Modality: breast US.
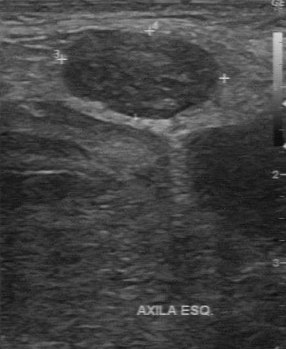
Coordinates are pixels in the 286x349 image. The finding is located within the bounding box [63, 30, 218, 119]. The finding is malignant on biopsy or follow-up.